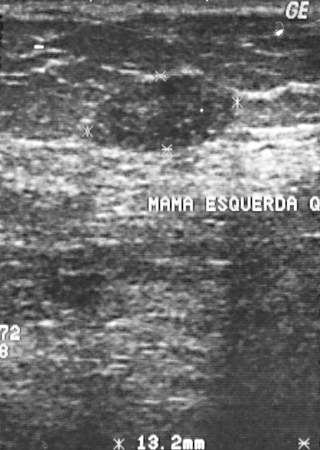
Acquired on GE Logiq 5 @10-12MHz. Modality: B-mode breast ultrasound.
The lesion is located within the bounding box (89, 75) to (234, 151).